Imaging: B-mode breast ultrasound. Scanner: GE Logiq 5 @10-12MHz.
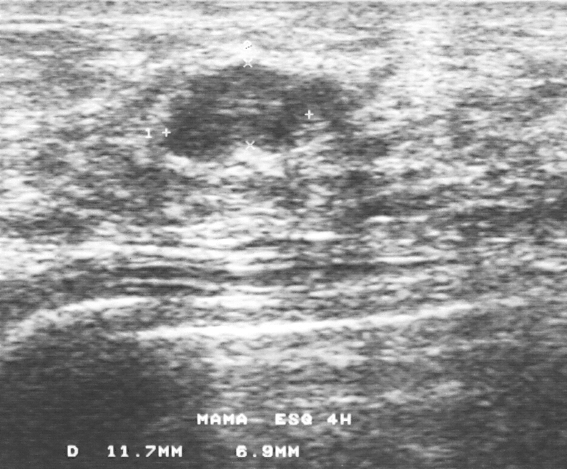
Breast lesion: benign on biopsy or follow-up.